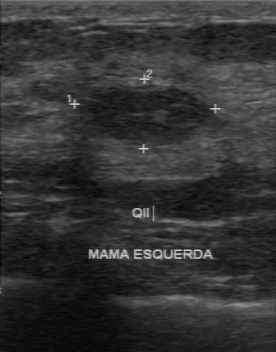
Modality: B-mode breast ultrasound.
Margin: regular. Calcifications: none. Boundary: clear. Echogenicity: hypoechoic.